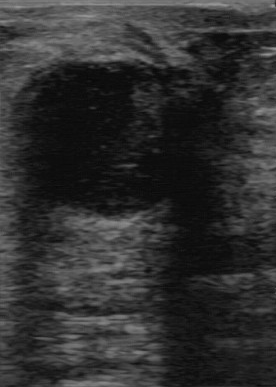
Modality: breast ultrasound.
Breast ultrasound findings:
- outcome on biopsy or follow-up: benign
- second-reader BI-RADS: 3
- echogenicity: hypoechoic